Background echotexture is homogeneous: fat. Breast US.
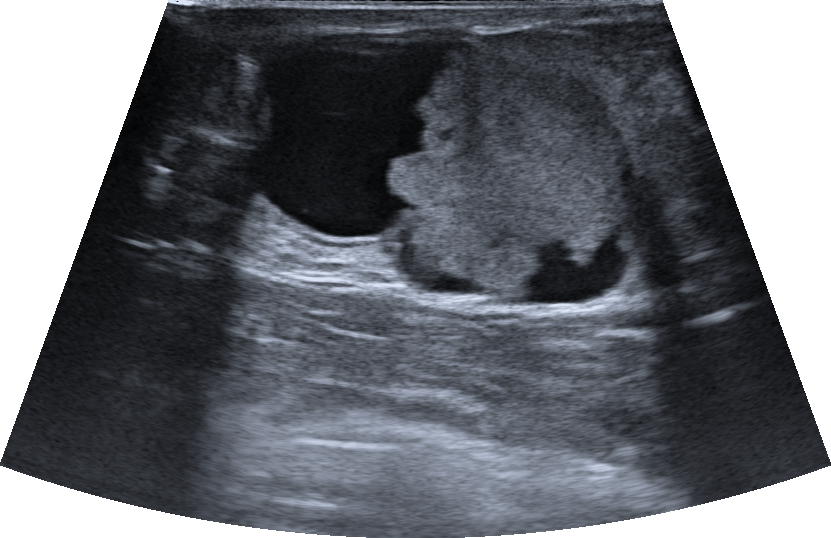
Pixel coordinates (x1, y1, x2, y2): The breast lesion occupies approximately 256 31 642 307.